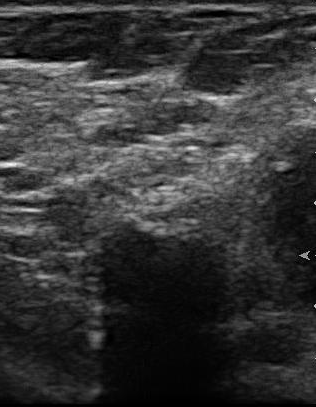
Breast sonogram.
FINDINGS: Breast sonogram. Outcome on biopsy or follow-up: benign. Histopathology: fibroadenoma. BI-RADS: 3.
OUTCOME ON BIOPSY OR FOLLOW-UP: benign.